Modality: breast sonogram.
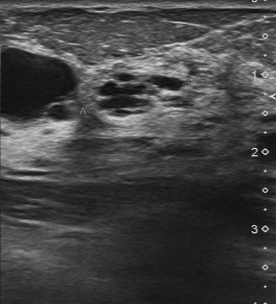
Original-read BI-RADS category: 4. Findings on the second read (an independent reader): a lesion of mixed cystic and solid echotexture, margin partially regular, boundary fairly clear. Biopsy showed fibrocystic changes, a benign finding.